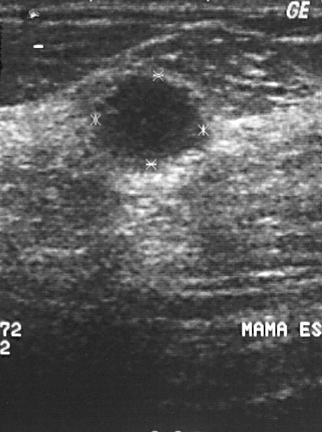
Modality: breast ultrasound image.
Biopsy or follow-up result: malignant. (BI-RADS category 4.)